Acquired on GE Logiq 7 @10-14MHz. Modality: breast ultrasound.
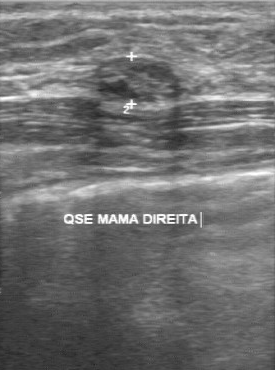
FINDINGS: Breast ultrasound. Margin: regular. Boundary: clear. Calcifications: none. Echo pattern: hypoechoic.